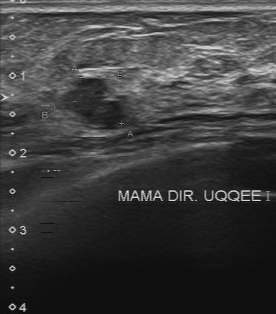
Breast US.
BI-RADS 4 in the original read; on a second read the margin is partially regular, the boundary fairly clear and the lesion hypoechoic. There are no calcifications. Biopsy showed intraductal papilloma, a benign finding.